Imaging: breast sonogram.
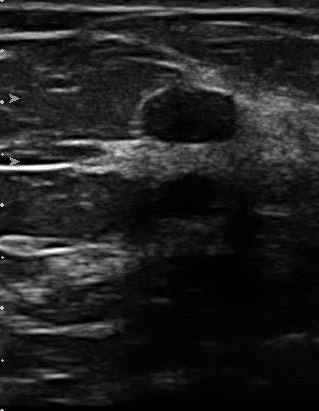
The finding was categorized BI-RADS 2 in the original read.
A second, independent read describes the finding as follows.
The finding has a regular margin.
Echo pattern: hypoechoic.
The lesion boundary is clear.
There are no calcifications.
The biopsy result was fibroadenoma; the finding is benign.